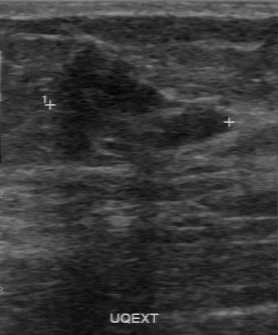
Modality: B-mode breast ultrasound.
The pathology is fibroadenoma. The BI-RADS category is 4.